Breast ultrasound image. Scanner: GE Logiq 7 @10-14MHz.
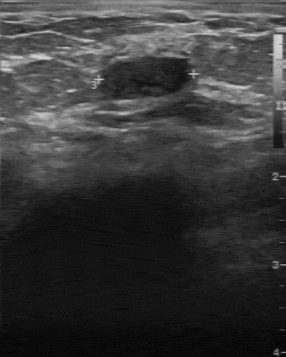
Original-read BI-RADS category: 2. The following findings are from a second reader, independent of the original assessment. The finding has a regular margin. Boundary: clear. Echo pattern: slightly hypoechoic. No calcifications are seen. Histopathology: cyst (benign).